Imaging: B-mode breast ultrasound.
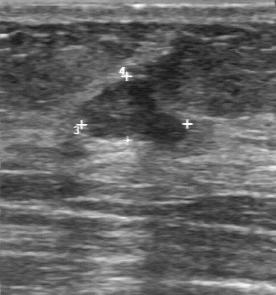
This B-mode breast ultrasound shows a finding, benign on biopsy or follow-up. (BI-RADS category 2.)